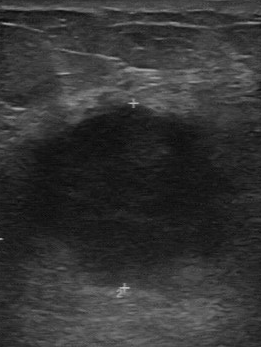
Scanner: GE Logiq 7 @10-14MHz. Breast US.
Lesion bounding box: (32,106)-(237,286).